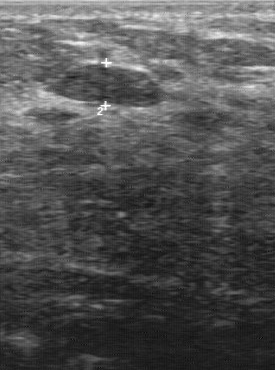
Breast US.
A finding is seen with clear boundary, calcifications: none, regular margin, hypoechoic echo pattern.